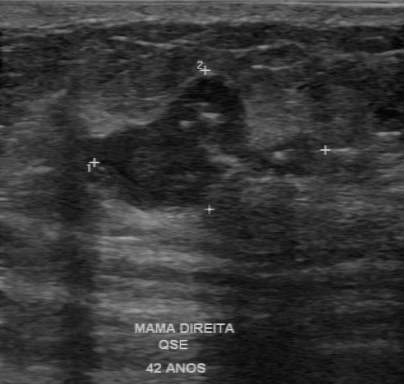
Imaging: B-mode breast ultrasound.
Coordinates are pixels in the 404x384 image. Segment the breast lesion: bounding box 87 77 319 209.